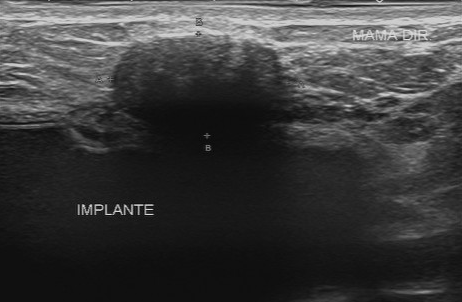
Imaging: B-mode breast ultrasound.
BI-RADS 4 in the original read. Descriptors from an independent second read (not the reader who assigned the category): Margin: regular. Its boundary is fairly clear. Internally the mass is hypoechoic. Calcifications: none. Histopathology: fibrosis (benign).